Breast ultrasound image.
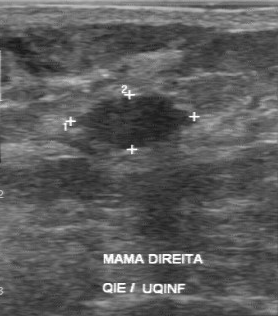
Coordinates are pixels in the 278x316 image. Mass bounding box: [74, 96, 193, 149].